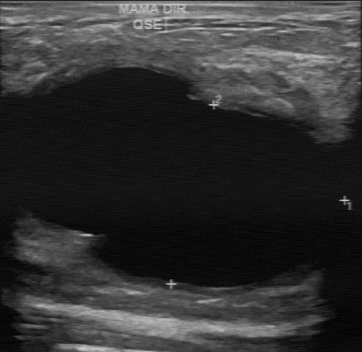
Breast sonogram.
BI-RADS 2 in the original read; on a second read the margin is partially regular, the boundary fairly clear and the finding hypoechoic. Histopathology: cyst (benign).